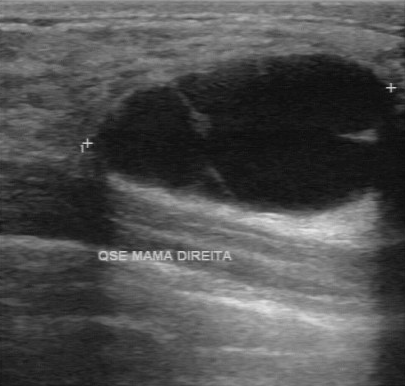
Acquired on GE Logiq 7 @10-14MHz. Imaging: breast sonogram.
Biopsy or follow-up result: benign. BI-RADS on independent re-read is 2.